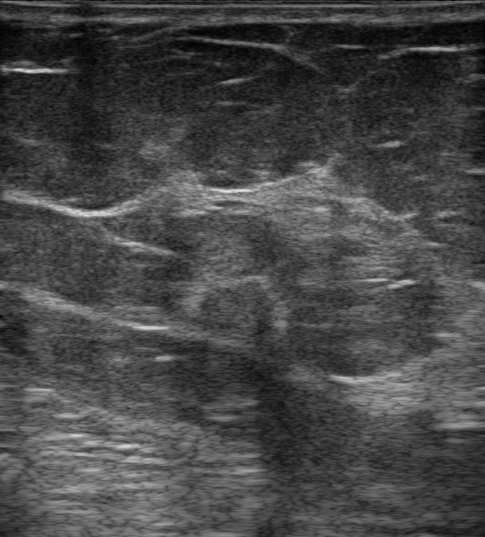
Breast sonogram.
The mass demonstrates BI-RADS category: 5, hypoechoic echogenicity, not circumscribed - angular and indistinct lesion margin, irregular lesion shape, posterior features: none, radiologic interpretation: Suspicion of malignancy, skin thickening: none, echogenic halo: present.